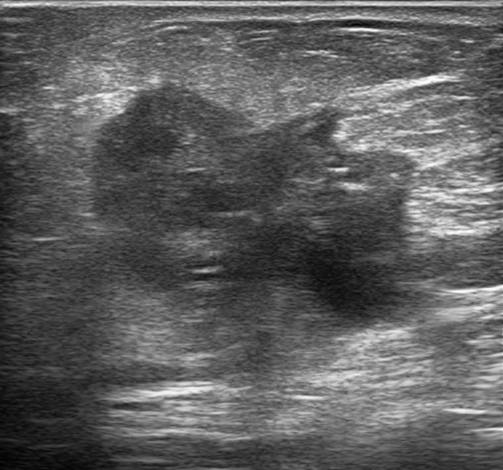
Breast US.
Histopathology: Invasive carcinoma of no special type (NST). BI-RADS assessment: 4B. This finding proved malignant on biopsy or follow-up. The finding appears irregular. Margin: not circumscribed, angular and indistinct. Echogenicity: heterogeneous. Posterior features: enhancement. An echogenic halo is present. There are no calcifications. Skin thickening: none.